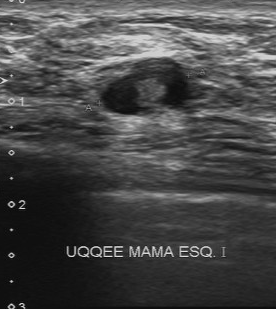
Breast ultrasound image.
FINDINGS: Breast ultrasound image. Biopsy or follow-up result: benign. BI-RADS category: 4.
OUTCOME ON BIOPSY OR FOLLOW-UP: benign.